Imaging: breast ultrasound. Acquired on GE Logiq 7 @10-14MHz.
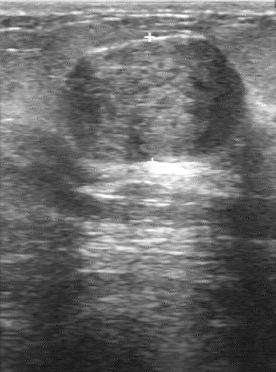
- calcifications: absent
- biopsy or follow-up result: benign
- lesion boundary: clear
- lesion margin: regular
- echo pattern: hypoechoic